Imaging: B-mode breast ultrasound.
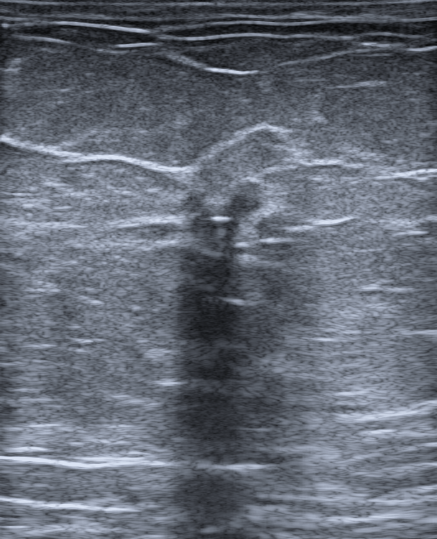
- posterior acoustic features: shadowing
- BI-RADS category: 5
- differential: Suspicion of malignancy; Intraductal papilloma
- echotexture: hypoechoic
- calcifications: absent
- lesion shape: irregular
- biopsy result: Atypical lobular hyperplasia (ALH)
- lesion margin: not circumscribed - indistinct
- verification: confirmed by biopsy